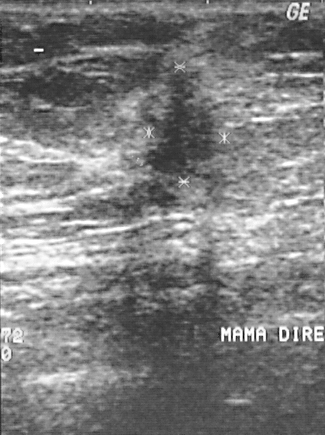
Imaging: breast US.
This breast US shows a lesion with BI-RADS: 4.